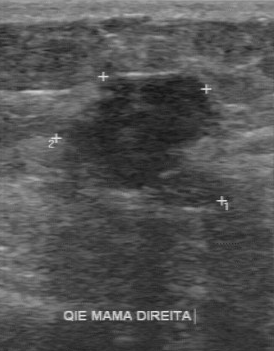
Breast US.
A breast lesion is seen with confirmed outcome (biopsy or follow-up): benign, BI-RADS assessment: 4.